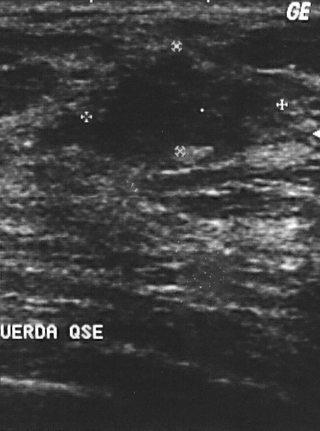
Modality: B-mode breast ultrasound.
Coordinates are pixels in the 320x431 image. Segment the finding: bounding box (92,49)-(271,163). The finding is benign on biopsy or follow-up. BI-RADS 4.